Modality: breast sonogram.
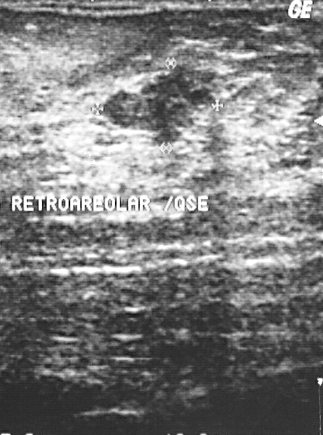
This breast sonogram shows a lesion with BI-RADS: 4, pathology: fibrocystic changes.